Imaging: B-mode breast ultrasound.
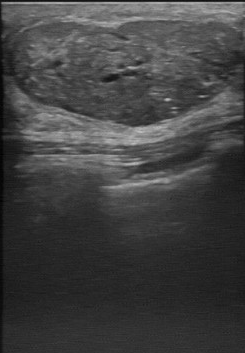
Coordinates are pixels in the 245x353 image. Lesion region of interest: 13 21 239 127.